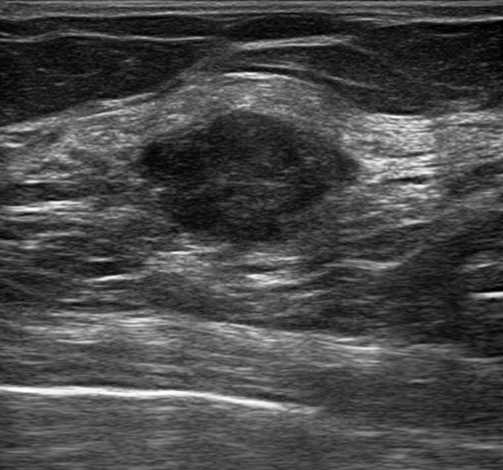
Patient age: 69. Imaging: breast ultrasound scan.
Lesion: malignant on biopsy or follow-up. (BI-RADS category 4B.)